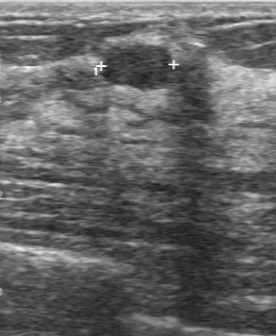
Imaging: breast sonogram.
- calcifications: absent
- contour: regular
- original BI-RADS: 2
- echogenicity: hypoechoic
- histopathology: fibroadenoma
- second-reader BI-RADS: 3
- lesion boundary: clear